Imaging: breast ultrasound image.
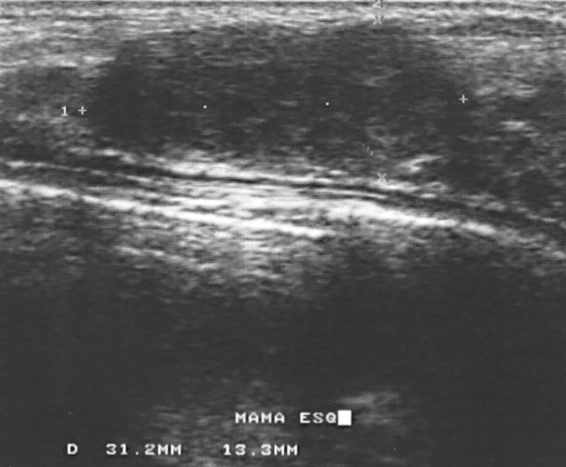
- BI-RADS: 2